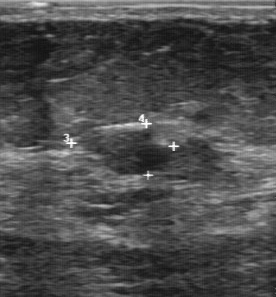
Breast ultrasound.
The biopsy result is fibroadenoma. Echo pattern is slightly hypoechoic. Lesion boundary: somewhat unclear. Outcome on biopsy or follow-up: benign. Contour: partially regular. No calcifications are seen.